Modality: breast sonogram.
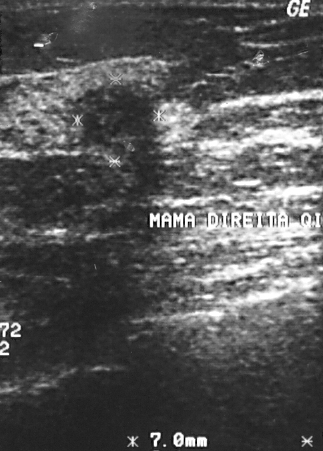
Finding: breast lesion, malignant on biopsy or follow-up.